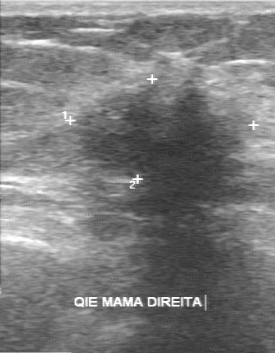
Imaging: breast sonogram. Scanner: GE Logiq 7 @10-14MHz.
Lesion bounding box: (69, 78) to (243, 214). The lesion is malignant on biopsy or follow-up. BI-RADS 4.